Imaging: B-mode breast ultrasound.
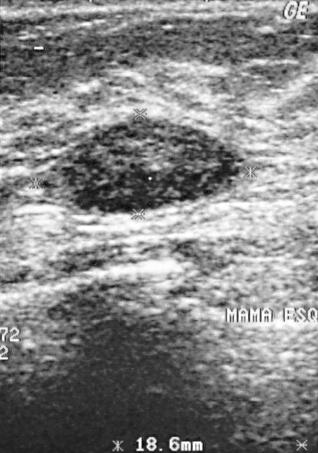
BI-RADS is 2. Outcome on biopsy or follow-up: benign.